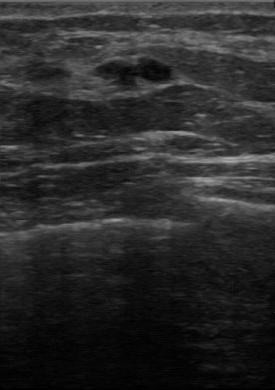
Breast sonogram.
The lesion demonstrates BI-RADS assessment: 4, biopsy or follow-up result: benign.